Modality: breast US. Acquired on GE Logiq 5 @10-12MHz.
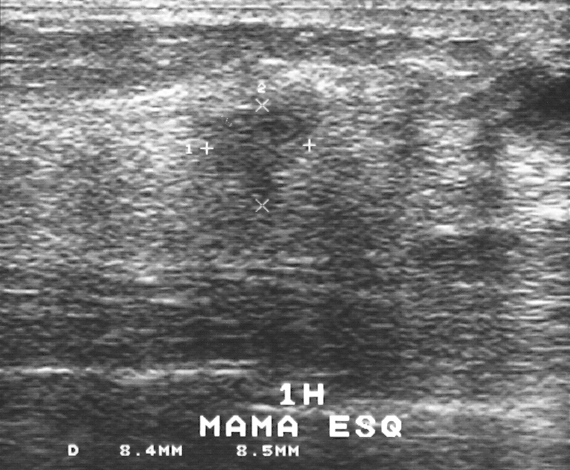
A lesion is seen. It was assessed as BI-RADS 4. Biopsy showed fibroadenoma, a benign finding.